Modality: B-mode breast ultrasound.
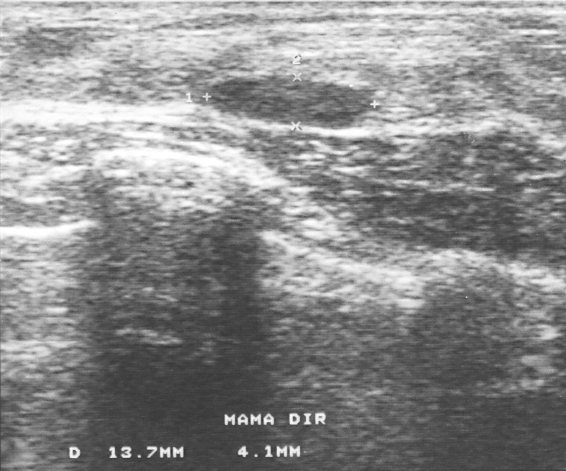
BI-RADS assessment: 2. Biopsy result: fibrocystic changes.